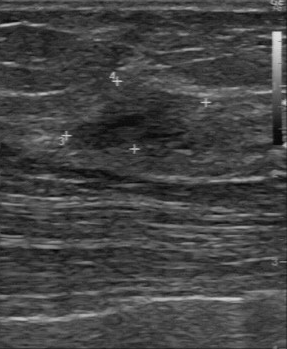
Breast sonogram.
The mass was assessed as BI-RADS 4 by the original reader. Descriptors from an independent second read (not the reader who assigned the category): Internally the mass is slightly hypoechoic. No calcifications are seen. The mass has a partially regular margin. Its boundary is fairly clear. Biopsy showed fibroadenoma, a benign finding.